Breast US.
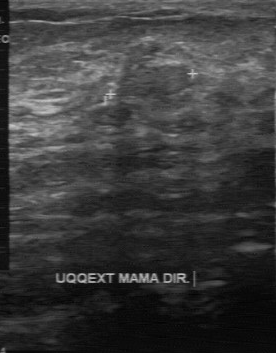
A mass is seen with confirmed outcome (biopsy or follow-up): benign, BI-RADS: 3.